Imaging: breast sonogram. Scanner: GE Logiq 5 @10-12MHz.
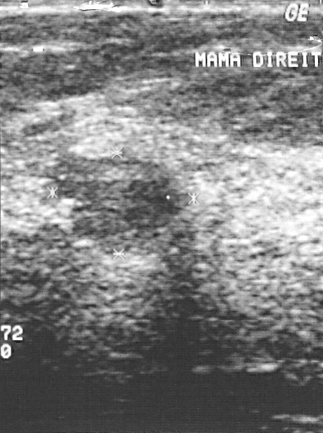
Assigned BI-RADS 3. Histopathology: fibroadenoma. Outcome on biopsy or follow-up: benign.